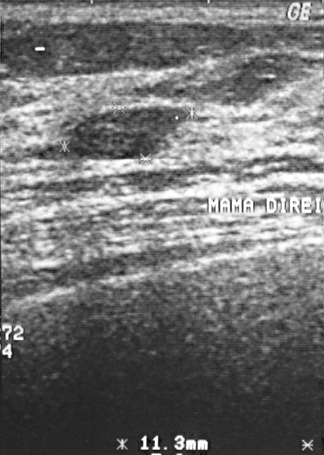
Imaging: breast ultrasound scan.
This breast ultrasound scan shows a lesion. Assessment: BI-RADS 2. Histopathology: fibroadenoma (benign).